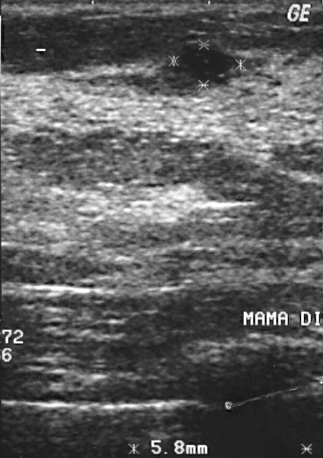
Modality: B-mode breast ultrasound.
Lesion characteristics:
- histopathology: cyst
- confirmed outcome (biopsy or follow-up): benign
- BI-RADS: 2